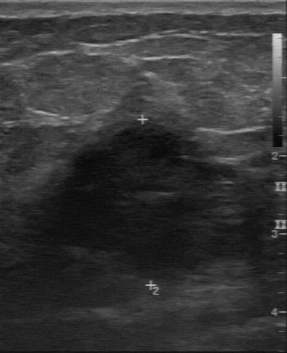
Imaging: breast ultrasound.
The lesion is located within the bounding box top-left (43, 120), bottom-right (230, 271). The lesion is malignant on biopsy or follow-up.